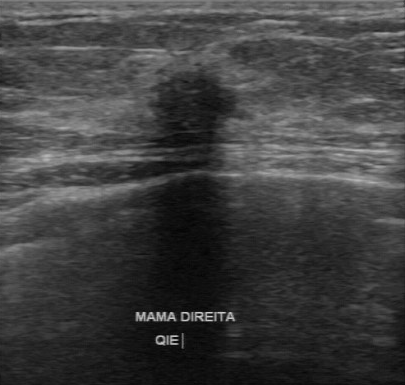
Modality: breast ultrasound scan.
The original reader assigned BI-RADS 4. The following findings are from a second reader, independent of the original assessment. Its boundary is unclear. Margin: irregular. Internally the breast lesion is hypoechoic. There are no calcifications. Biopsy showed invasive lobular carcinoma, a malignant finding.